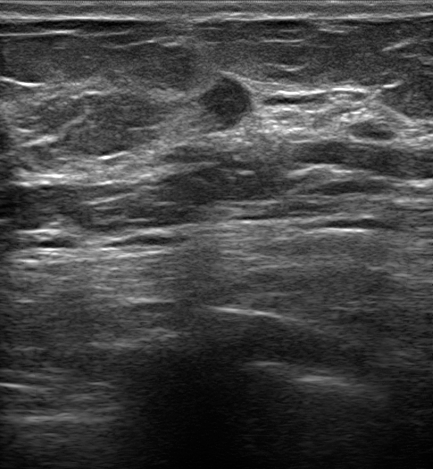
64-year-old patient. Imaging: breast ultrasound.
BI-RADS category 5. Biopsy result: Invasive lobular carcinoma. The mass is malignant on biopsy or follow-up. Shape: irregular. The mass has indistinct margins. Internally the mass is hypoechoic. Posterior features: none. An echogenic halo is present. There are no calcifications. There is no skin thickening.